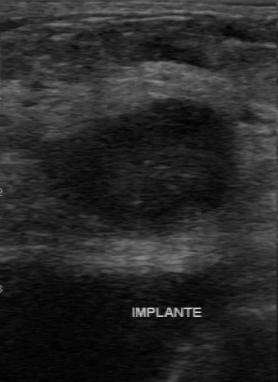
Imaging: breast ultrasound scan.
Finding: mass, malignant on biopsy or follow-up.